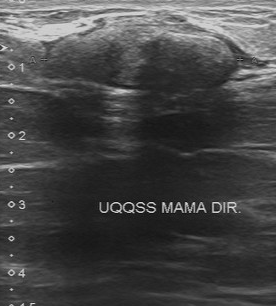
Imaging: breast sonogram.
The mass was categorized BI-RADS 4 in the original read. A second reader, independent of the original assessment, describes a slightly hypoechoic mass with a regular margin; the boundary is clear. No calcifications are seen. Biopsy showed cyst, a benign finding.